Background echotexture is heterogeneous: predominantly fat. Imaging: breast ultrasound image. 52-year-old patient.
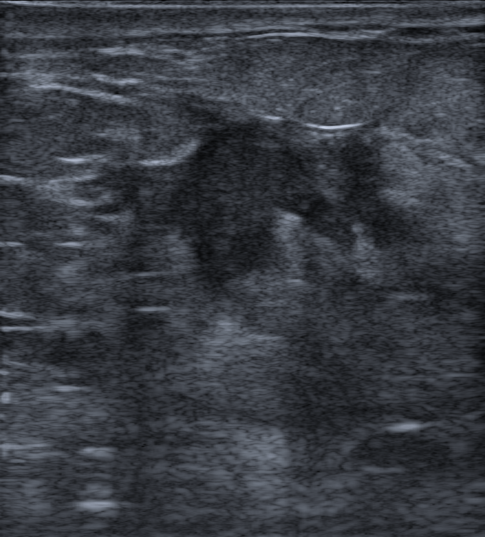
Pixel coordinates (x1, y1, x2, y2): Lesion region of interest: 63 93 436 302. The lesion is malignant on biopsy or follow-up.